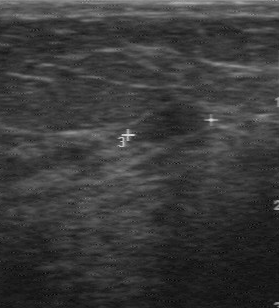
Imaging: breast sonogram.
The BI-RADS (first reader) is 2. BI-RADS (second read) is 3. Calcifications are absent. Confirmed outcome (biopsy or follow-up): benign.